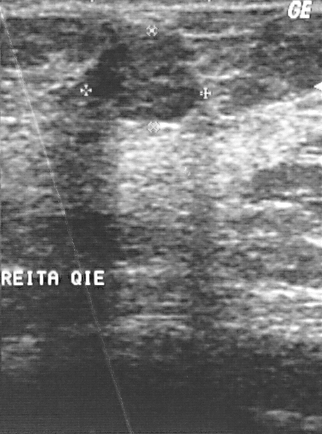
Modality: breast ultrasound scan.
Biopsy or follow-up result: benign.